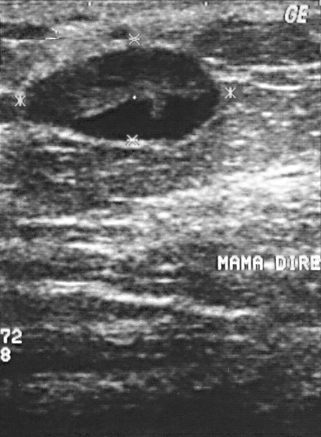
Breast ultrasound scan.
This breast ultrasound scan shows a lesion, benign on biopsy or follow-up.